Background tissue composition: homogeneous: fat. Breast ultrasound.
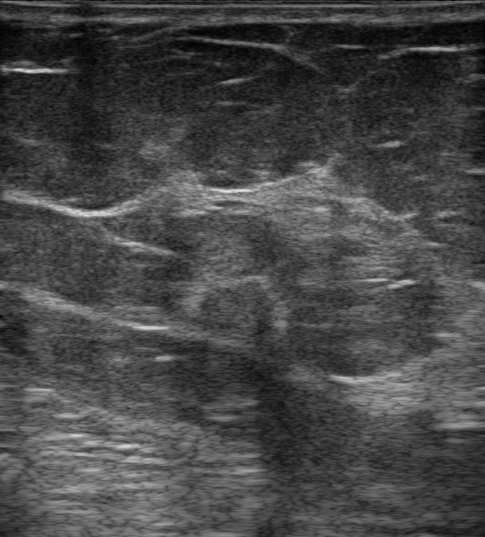
BI-RADS category 5.
This lesion proved malignant on biopsy or follow-up.
Radiologist's impression: Suspicion of malignancy.
There is an echogenic halo.
The margin is not circumscribed (angular and indistinct).
There are no calcifications.
No skin thickening is seen.
No posterior acoustic features are seen.
Its echo pattern is hypoechoic.
It has an irregular shape.